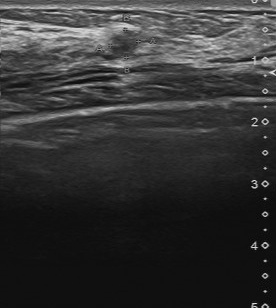
Imaging: breast US.
(coordinates in a 276x308 pixel frame) Lesion region of interest: top-left (108, 30), bottom-right (140, 56). The breast lesion is benign on biopsy or follow-up. BI-RADS 4.